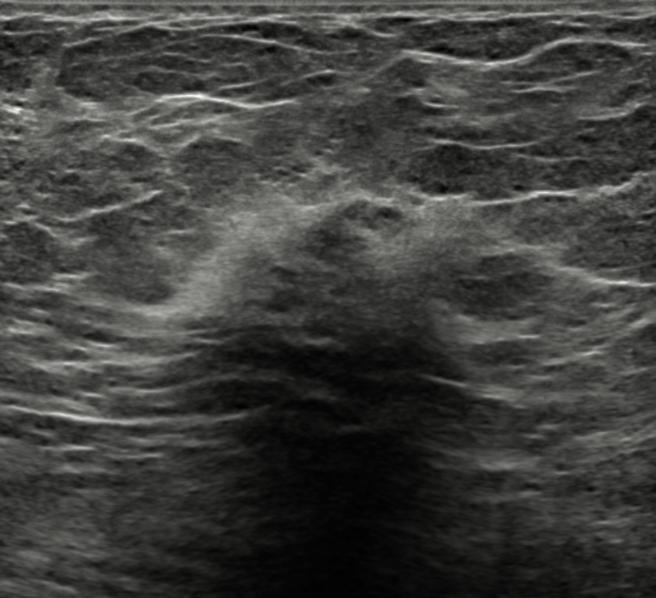
Patient age: 56. Modality: breast ultrasound.
Findings: an irregular mass of heterogeneous echotexture with indistinct margins. Posterior features: none. No skin thickening is seen. There is an echogenic halo. The mass is categorized as BI-RADS 5; on biopsy or follow-up it was benign. Radiologic interpretation: Suspicion of malignancy; Dysplasia.